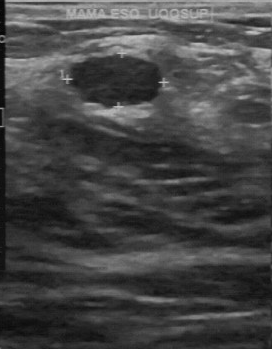
Breast sonogram.
Lesion characteristics:
- internal echoes: hypoechoic
- margin: partially regular
- lesion boundary: fairly clear
- calcifications: none